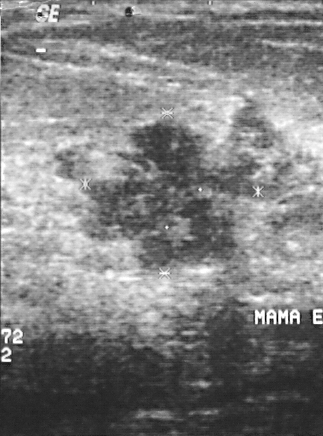
Breast sonogram.
Lesion characteristics:
- confirmed outcome (biopsy or follow-up): malignant
- BI-RADS category: 5